Modality: breast ultrasound scan.
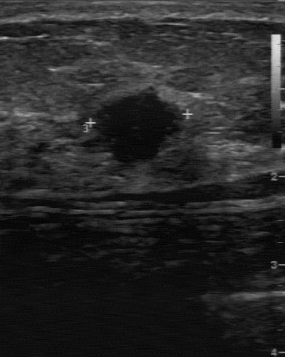
The breast lesion is located within the bounding box (87,93)-(183,162).